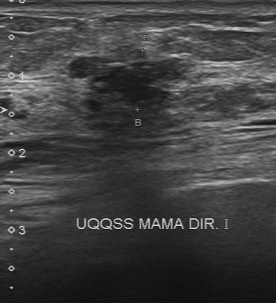
Modality: breast ultrasound image.
FINDINGS: Breast ultrasound image. Confirmed outcome (biopsy or follow-up): malignant. BI-RADS category: 4.
OUTCOME ON BIOPSY OR FOLLOW-UP: malignant.